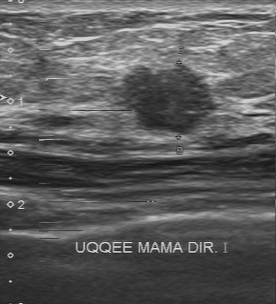
Imaging: breast ultrasound image.
A breast lesion is seen with pathology: invasive ductal carcinoma, BI-RADS category: 4.